Imaging: breast ultrasound scan.
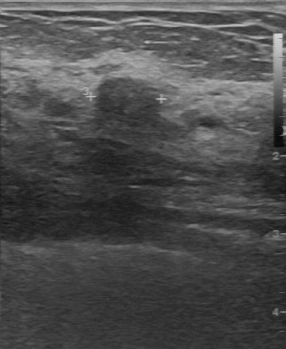
Lesion characteristics:
- margin: partially regular
- confirmed outcome (biopsy or follow-up): benign
- echo pattern: slightly hypoechoic
- calcifications: absent
- lesion boundary: fairly clear